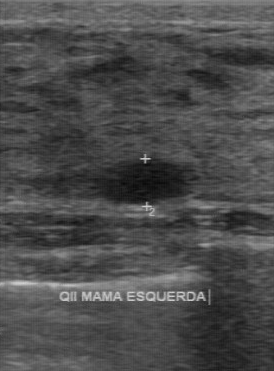
Scanner: GE Logiq 7 @10-14MHz. Imaging: breast US.
BI-RADS 3 in the original read; on a second read the margin is regular, the boundary clear and the lesion hypoechoic. No calcifications are seen. Biopsy showed fibroadenoma, a benign finding.